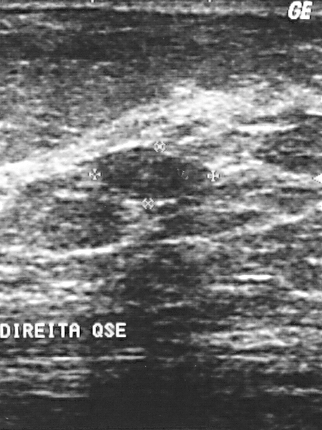
Imaging: breast US.
Coordinates are pixels in the 322x430 image. The breast lesion is located within the bounding box top-left (100, 147), bottom-right (201, 198). The breast lesion is benign on biopsy or follow-up.